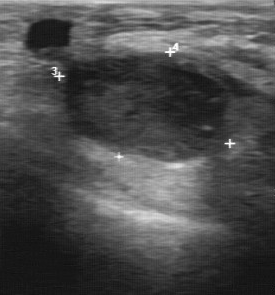
Imaging: breast ultrasound.
Lesion margin is regular. Echogenicity: slightly hypoechoic. The histopathology is invasive ductal carcinoma. The boundary is clear. There are no calcifications.